Modality: breast sonogram.
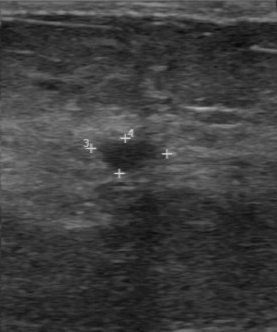
Mass: benign on biopsy or follow-up.